Breast ultrasound image.
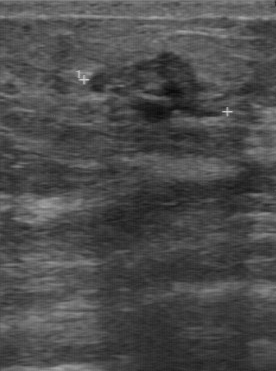
- lesion boundary: somewhat unclear
- internal echoes: hypoechoic
- lesion margin: partially regular
- calcifications: absent